Modality: breast ultrasound.
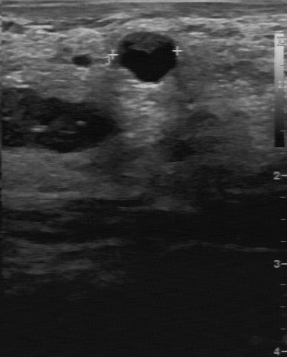
The lesion was assessed as BI-RADS 2 by the original reader. On a second, independent read, a lesion with a regular margin and a clear boundary is seen; it is hypoechoic. There are no calcifications. Biopsy showed cyst, a benign finding.